Imaging: breast ultrasound image.
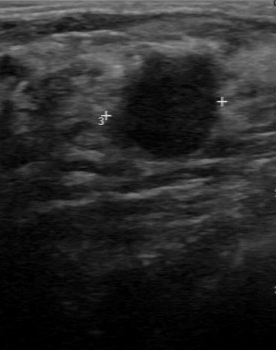
Biopsy or follow-up result: benign. (BI-RADS category 4.)